86-year-old patient. Breast sonogram. Background echotexture is homogeneous: fat.
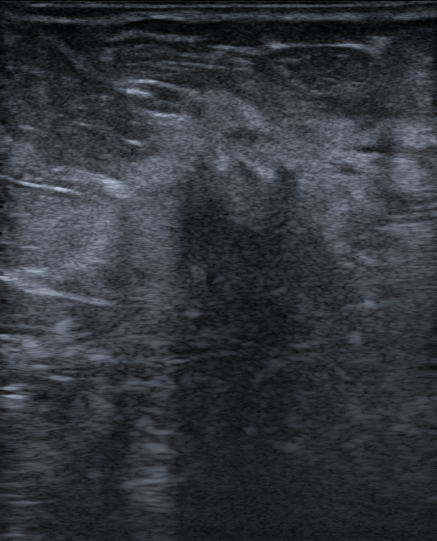
Biopsy or follow-up result: malignant. Assigned BI-RADS 5. Posterior shadowing is present. No skin thickening is seen. Shape: irregular. Echogenicity: hypoechoic. The mass has spiculated, angular and indistinct margins. There is an echogenic halo. There are no calcifications.